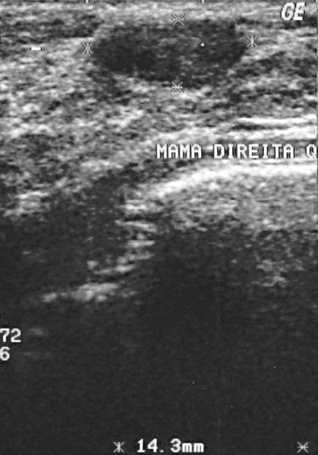
Modality: breast US. Scanner: GE Logiq 5 @10-12MHz.
Pathology confirmed fibroadenoma.
BI-RADS category 2.
The lesion is benign on biopsy or follow-up.